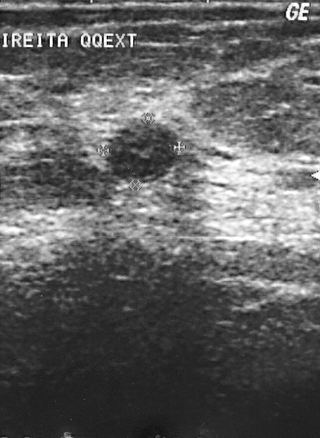
Modality: breast ultrasound scan. Scanner: GE Logiq 5 @10-12MHz.
Lesion characteristics:
- biopsy or follow-up result: benign
- biopsy result: fibroadenoma
- BI-RADS category: 3